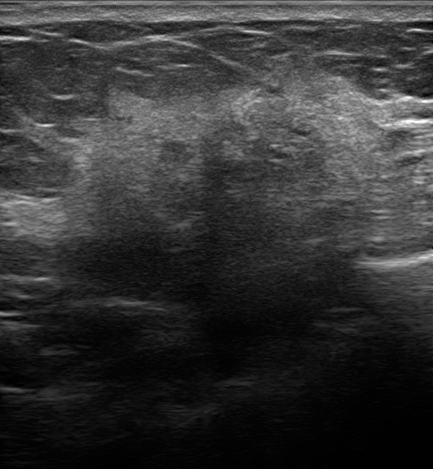
Modality: breast ultrasound.
FINDINGS: Calcifications: none. Pathology: Invasive carcinoma of no special type (NST). Echogenic halo: present. Echo pattern: heterogeneous. Posterior features: shadowing. BI-RADS assessment: 5. Lesion shape: irregular.
OUTCOME ON BIOPSY OR FOLLOW-UP: malignant.